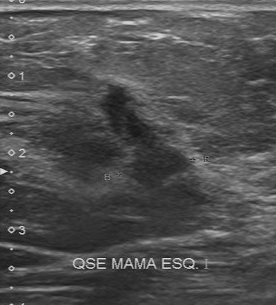
Breast US. Acquired on Toshiba Aplio 300 @12-14 MHz.
(coordinates in a 276x305 pixel frame) Finding bounding box: (97,84)-(192,189). The finding is malignant on biopsy or follow-up.